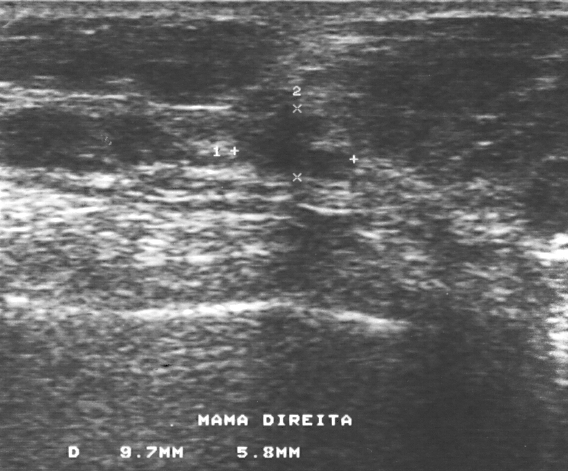
Scanner: GE Logiq 5 @10-12MHz. Modality: breast ultrasound.
Coordinates are pixels in the 568x471 image. The lesion occupies approximately x1=234, y1=102, x2=358, y2=183. BI-RADS 4.